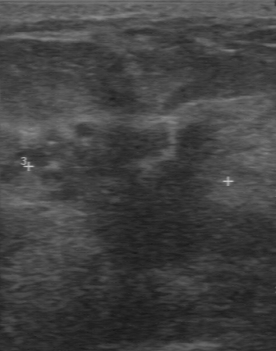
Modality: breast ultrasound image.
The mass demonstrates BI-RADS category: 5.